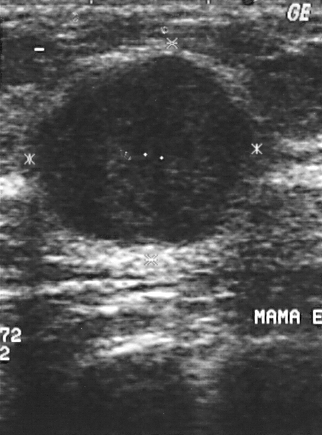
Scanner: GE Logiq 5 @10-12MHz. Breast sonogram.
FINDINGS: Breast sonogram. Pathology: invasive ductal carcinoma. Biopsy or follow-up result: malignant. BI-RADS: 4.
OUTCOME ON BIOPSY OR FOLLOW-UP: malignant.